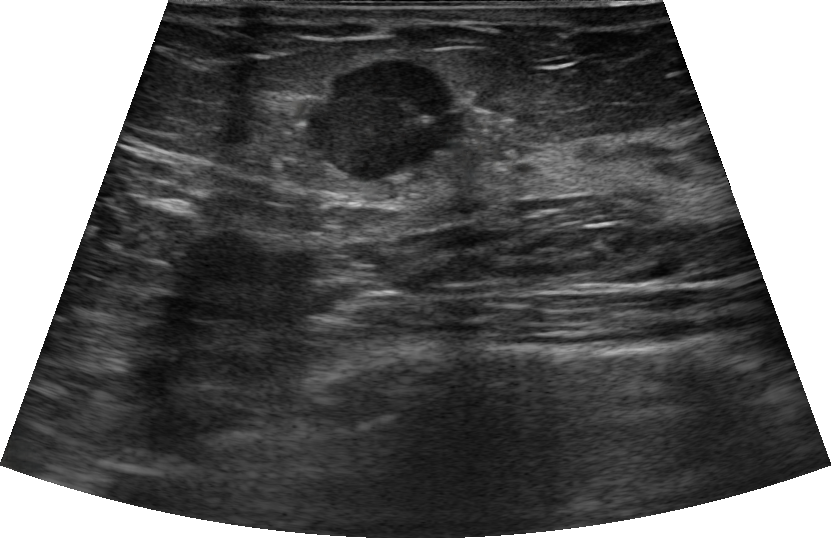
Age 48. Modality: B-mode breast ultrasound. Background echotexture is heterogeneous: predominantly fibroglandular.
Outcome on biopsy or follow-up: malignant. (BI-RADS category 4C.)